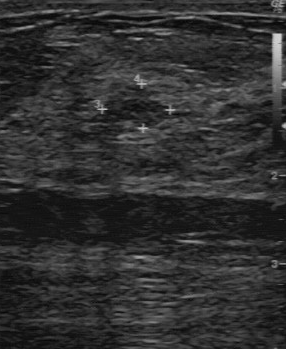
Imaging: breast sonogram. Scanner: GE Logiq 7 @10-14MHz.
The breast lesion was assessed as BI-RADS 4 by the original reader. A second, independent read describes the breast lesion as follows. Margin: partially regular. The breast lesion is slightly hypoechoic. The lesion boundary is somewhat unclear. There are no calcifications. Histopathology: fibroadenoma (benign).